Imaging: B-mode breast ultrasound. Acquired on GE Logiq 5 @10-12MHz.
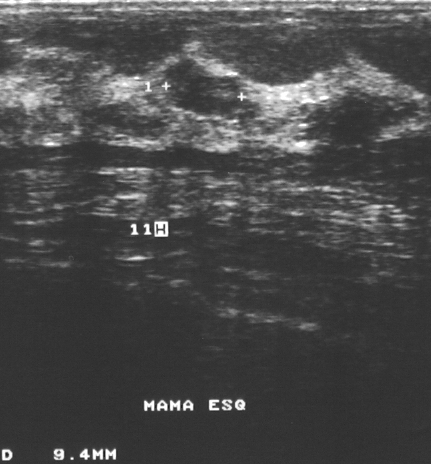
The lesion occupies approximately (163, 59) to (241, 115). The lesion is benign on biopsy or follow-up.